Imaging: breast US.
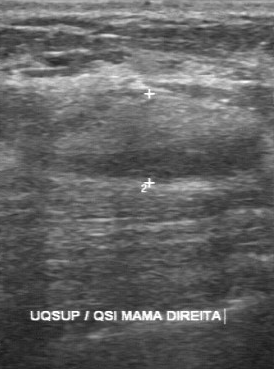
Calcifications are absent. Internal echoes: heterogeneous. Contour is regular. BI-RADS (first reader) is 3. The second-reader BI-RADS is 4A.